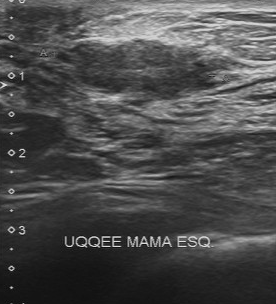
Breast US. Acquired on Toshiba Aplio 300 @12-14 MHz.
Margin is partially regular. Biopsy result: invasive ductal carcinoma. Calcifications are absent. The boundary is fairly clear. Echogenicity is slightly hypoechoic. Confirmed outcome (biopsy or follow-up): malignant.